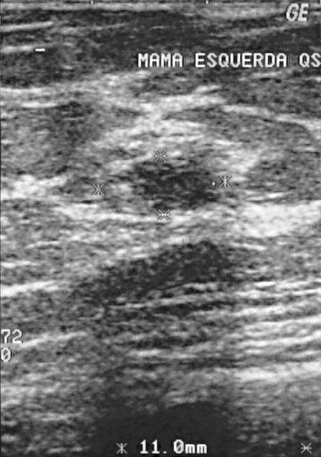
Imaging: B-mode breast ultrasound. Scanner: GE Logiq 5 @10-12MHz.
The mass is benign on biopsy or follow-up. BI-RADS assessment: 3. Biopsy showed fibroadenoma, a benign finding.